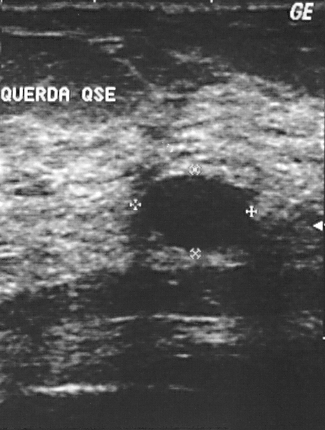
Imaging: B-mode breast ultrasound.
The histopathology is fibrocystic changes. Biopsy or follow-up result: benign. BI-RADS category: 2.